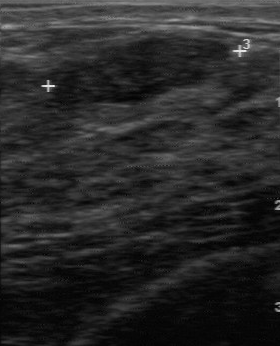
Acquired on GE Logiq 7 @10-14MHz. Imaging: breast ultrasound scan.
A mass is seen with outcome on biopsy or follow-up: benign, BI-RADS assessment: 3.